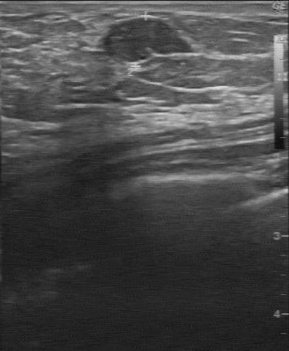
Acquired on GE Logiq 7 @10-14MHz. B-mode breast ultrasound.
BI-RADS category is 3. Confirmed outcome (biopsy or follow-up) is benign.